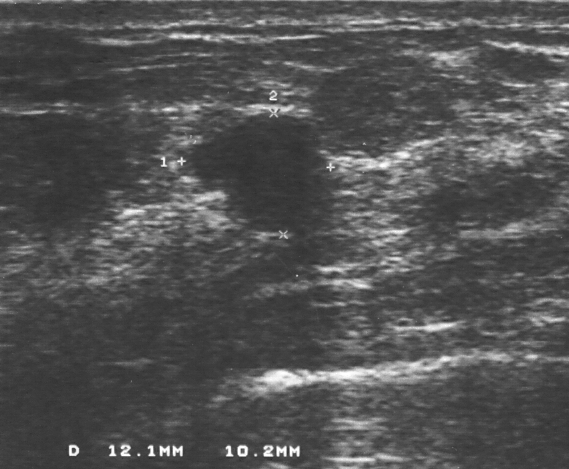
Imaging: breast sonogram.
Outcome on biopsy or follow-up: benign. BI-RADS 4.